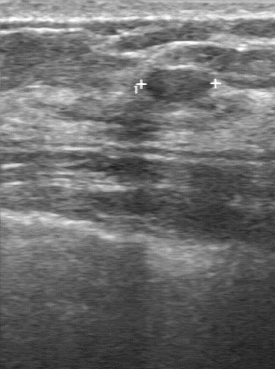
B-mode breast ultrasound.
B-mode breast ultrasound findings:
- BI-RADS: 3
- pathology: fibroadenoma
- biopsy or follow-up result: benign